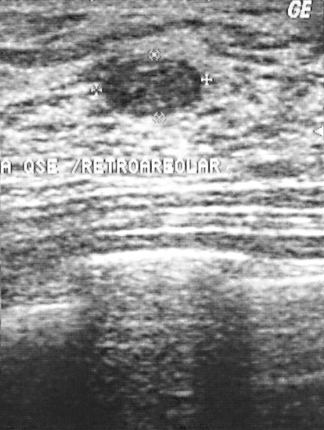
Imaging: breast ultrasound.
The finding is benign on biopsy or follow-up.